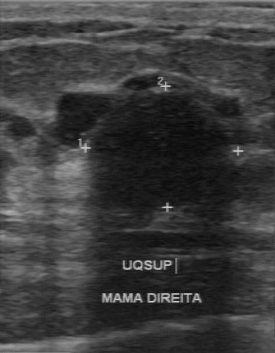
Breast sonogram.
Coordinates are pixels in the 275x353 image. The finding occupies approximately x1=90, y1=92, x2=232, y2=212. BI-RADS 3.